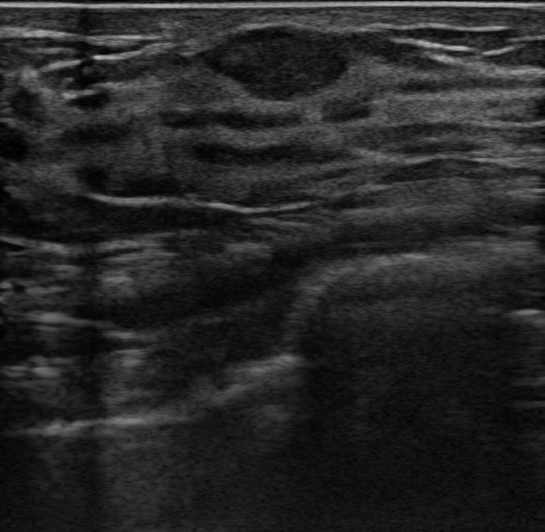
35-year-old patient. Modality: B-mode breast ultrasound. Background echotexture is homogeneous: fibroglandular.
It has an oval shape. Margin: circumscribed. Internally the mass is hypoechoic. There are no posterior acoustic features. There is no echogenic halo. Calcifications: none. There is no skin thickening. The mass is benign on biopsy or follow-up. Radiologist's impression: Fibroadenoma. Biopsy result: Fibroadenoma. BI-RADS category 3.